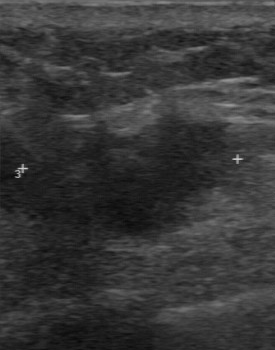
Breast ultrasound scan.
- confirmed outcome (biopsy or follow-up): malignant
- BI-RADS on independent re-read: 4A
- echo pattern: heterogeneous